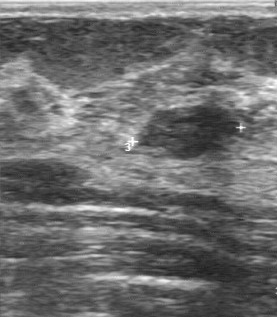
Breast US. Acquired on GE Logiq 7 @10-14MHz.
The finding was categorized BI-RADS 2 in the original read. The following findings are from a second reader, independent of the original assessment. The margin is regular. Calcifications: none. The finding is hypoechoic. Boundary: clear. Biopsy showed fibroadenoma, a benign finding.